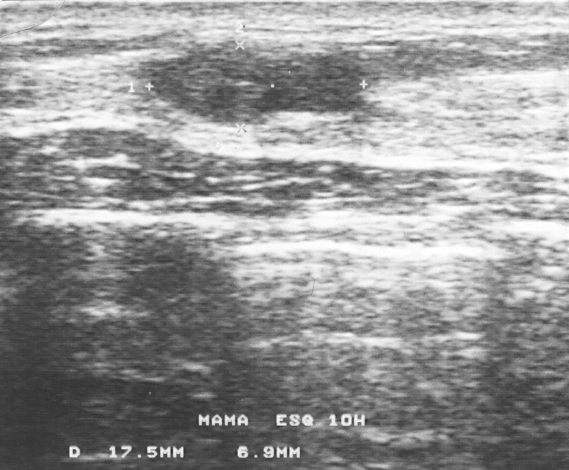
Imaging: breast ultrasound image.
Finding: breast lesion, benign on biopsy or follow-up.